Breast ultrasound scan.
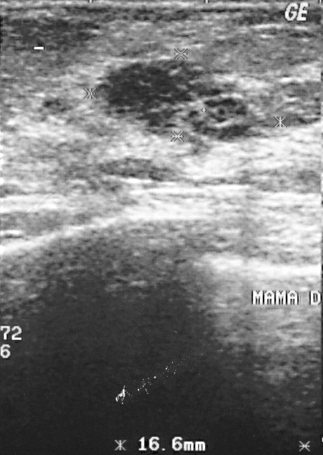
Histopathology: invasive ductal carcinoma (malignant). Biopsy or follow-up result: malignant. Assigned BI-RADS 3.